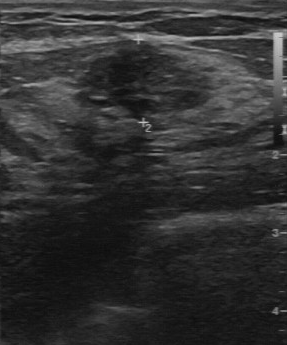
Imaging: breast ultrasound scan.
BI-RADS 4 in the original read. Findings on the second read (an independent reader): a slightly hypoechoic lesion, margin partially regular, boundary fairly clear. Histopathology: fibroadenoma (benign).